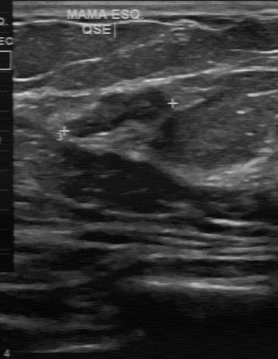
Modality: breast ultrasound scan.
Coordinates are pixels in the 278x359 image. Lesion region of interest: (63,86)-(173,137). BI-RADS 4.